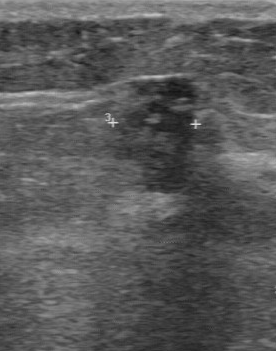
Modality: B-mode breast ultrasound.
BI-RADS assessment is 4.